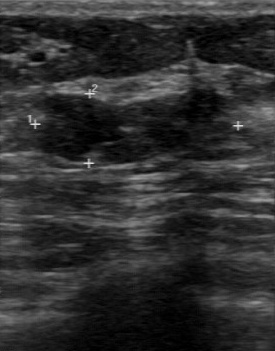
Breast ultrasound.
(coordinates in a 275x351 pixel frame) Finding bounding box: [34, 87, 234, 165]. BI-RADS 4.